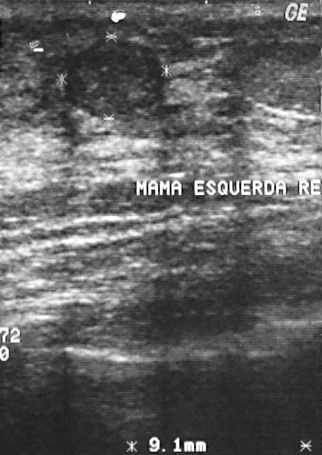
Imaging: B-mode breast ultrasound.
Pixel coordinates (x1, y1, x2, y2): Segment the breast lesion: bounding box top-left (65, 39), bottom-right (163, 118). The breast lesion is benign on biopsy or follow-up.